Breast ultrasound image.
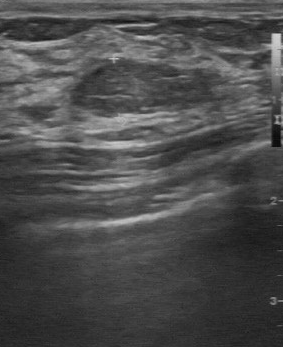
BI-RADS 2 in the original read. Findings on the second read (an independent reader): a slightly hypoechoic lesion, margin regular, boundary clear. Histopathology: sclerosing adenosis (benign).